Imaging: B-mode breast ultrasound.
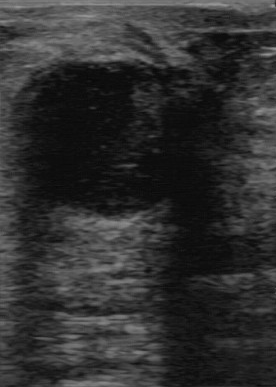
FINDINGS: B-mode breast ultrasound. BI-RADS: 3. Histopathology: cyst. Confirmed outcome (biopsy or follow-up): benign.
OUTCOME ON BIOPSY OR FOLLOW-UP: benign.